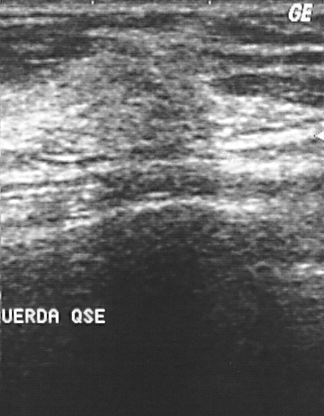
Breast ultrasound scan.
The mass is malignant on biopsy or follow-up. BI-RADS 4.